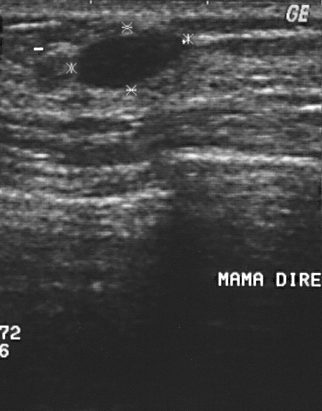
Breast ultrasound.
The breast lesion is located within the bounding box (72, 27) to (188, 89).